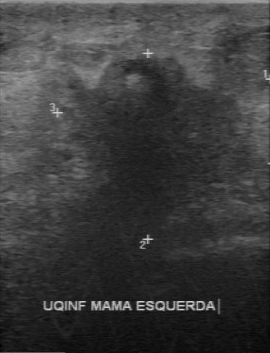
Breast ultrasound image.
The original reader assigned BI-RADS 5. On a second read by an independent reader: The margin is irregular. Boundary: unclear. The lesion is hypoechoic. There are no calcifications. Histopathology: invasive ductal carcinoma (malignant).